Modality: B-mode breast ultrasound. Scanner: GE Logiq 7 @10-14MHz.
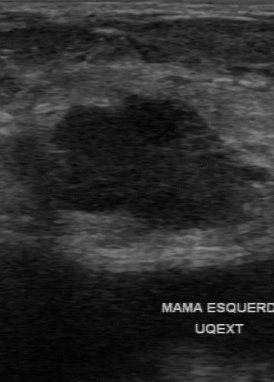
A lesion is seen with independent BI-RADS assessment: 4A, somewhat unclear lesion boundary, hypoechoic internal echoes, calcifications: absent.